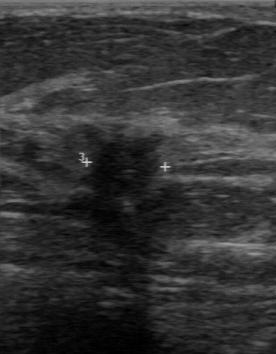
Modality: breast US.
Original-read BI-RADS category: 4. The following findings are from a second reader, independent of the original assessment. Margin: partially regular. The lesion is hypoechoic. Boundary: somewhat unclear. Calcifications: none. The biopsy result was invasive ductal carcinoma; the lesion is malignant.